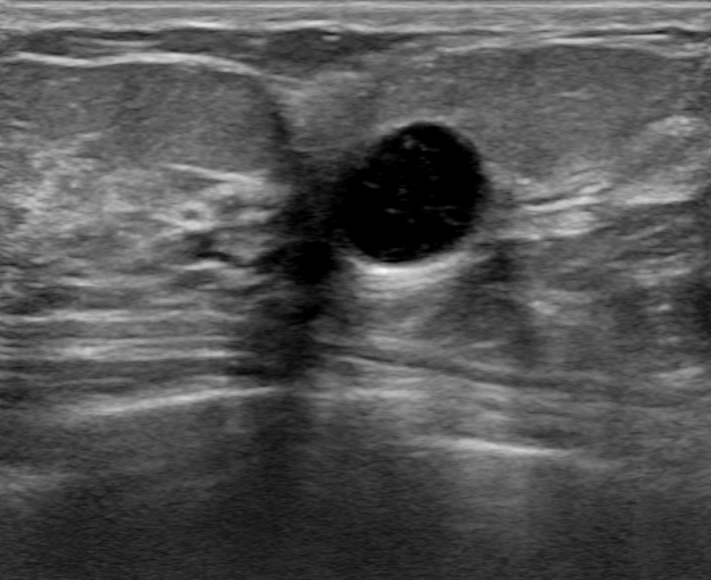
Modality: breast ultrasound scan.
The finding is round and anechoic; its margin is circumscribed. Posterior enhancement is present. BI-RADS 2; benign on biopsy or follow-up. The finding was confirmed by follow-up care.